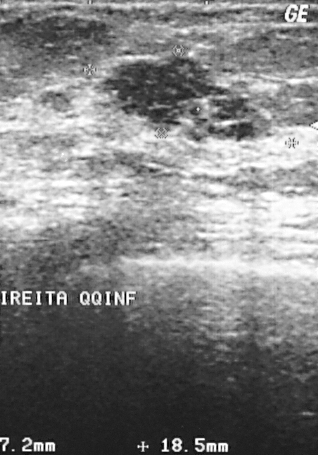
Scanner: GE Logiq 5 @10-12MHz. B-mode breast ultrasound.
Lesion characteristics:
- BI-RADS category: 3